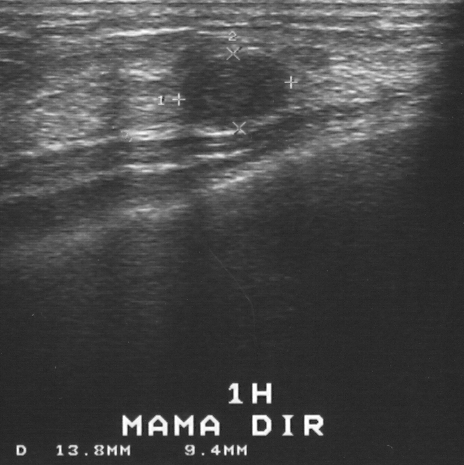
Imaging: breast US.
The finding occupies approximately 182 56 286 132. The finding is benign on biopsy or follow-up.